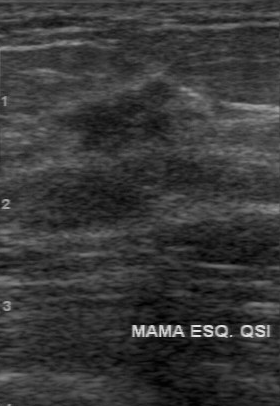
Scanner: GE Logiq 7 @10-14MHz. Breast ultrasound scan.
Finding: breast lesion, malignant on biopsy or follow-up.